Modality: B-mode breast ultrasound. Scanner: GE Logiq 7 @10-14MHz.
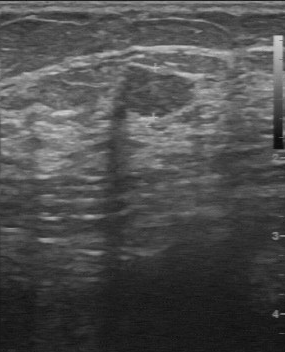
A mass is seen with clear lesion boundary, regular margin, calcifications: none, slightly hypoechoic echo pattern.